Modality: breast US.
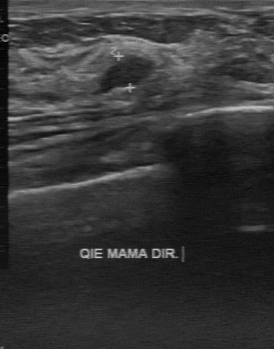
Biopsy or follow-up result: benign. BI-RADS 3.